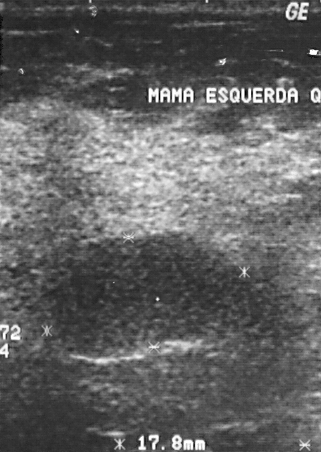
Imaging: B-mode breast ultrasound. Acquired on GE Logiq 5 @10-12MHz.
A mass is seen. It was assessed as BI-RADS 4. Biopsy showed fibroadenoma, a benign finding.